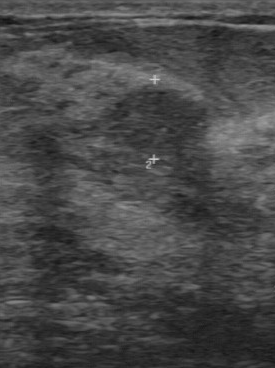
Imaging: breast sonogram.
The mass demonstrates calcifications: absent, biopsy result: fibroadenoma, regular margin, fairly clear boundary, slightly hypoechoic echo pattern.